Imaging: B-mode breast ultrasound. Acquired on GE Logiq 5 @10-12MHz.
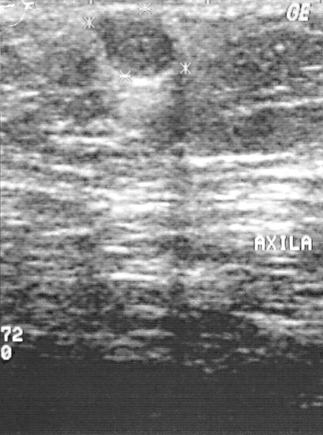
This B-mode breast ultrasound shows a mass with BI-RADS: 2.